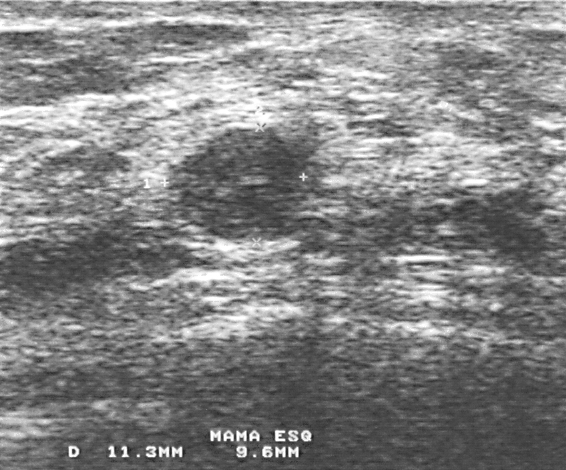
Modality: breast sonogram.
This breast sonogram shows a finding. Assessment: BI-RADS 4. The biopsy result was intraductal papilloma; the finding is benign.